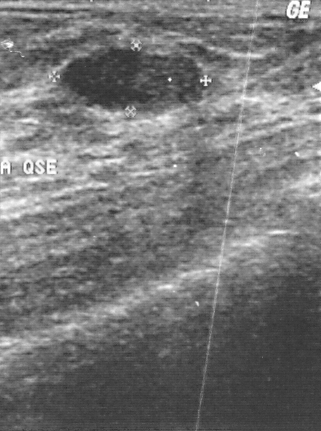
Breast US.
Biopsy showed fibrocystic changes, a benign finding.
BI-RADS assessment: 2.
Outcome on biopsy or follow-up: benign.